Imaging: breast ultrasound. Background echotexture is heterogeneous: predominantly fibroglandular. Patient age: 51.
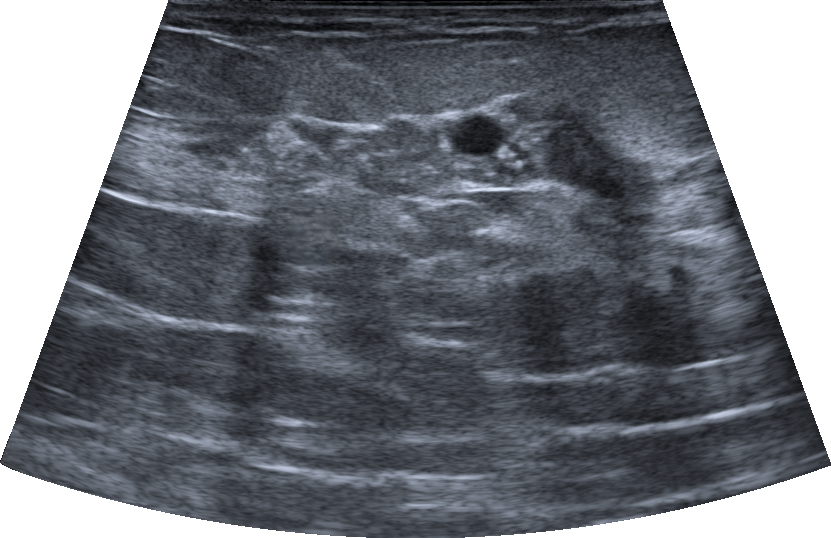
- echo pattern: heterogeneous
- shape: irregular
- borders: not circumscribed - indistinct
- biopsy or follow-up result: malignant
- BI-RADS assessment: 4C
- skin thickening: none
- radiologist impression: Suspicion of malignancy; Dysplasia; Intraductal papilloma